Scanner: GE Logiq 7 @10-14MHz. Imaging: breast ultrasound image.
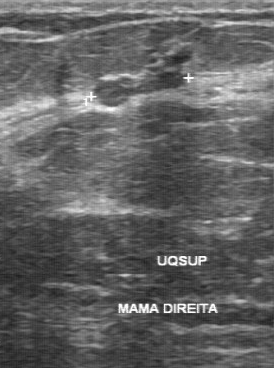
The lesion demonstrates BI-RADS: 4.